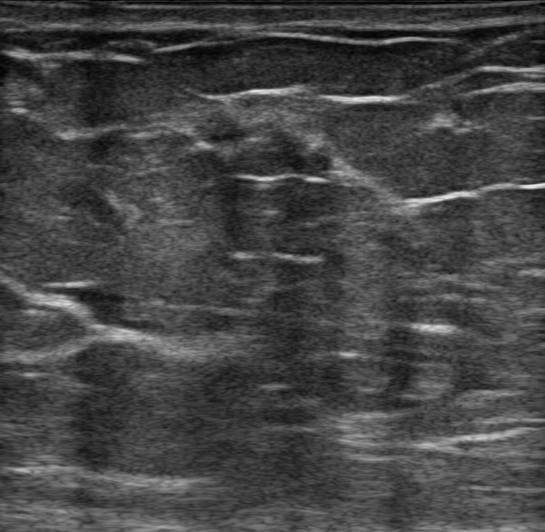
Breast sonogram. Background tissue composition: heterogeneous: predominantly fat. Age 77.
The breast lesion is oval in shape. The margin is circumscribed. The breast lesion is hypoechoic. There are no posterior acoustic features. No echogenic halo is seen. Calcifications: none. There is no skin thickening. Biopsy or follow-up result: benign. The breast lesion is assessed as BI-RADS 4A. Differential on reading: Dysplasia; Fibroadenoma; Duct filled with thick fluid; Intraductal papilloma.